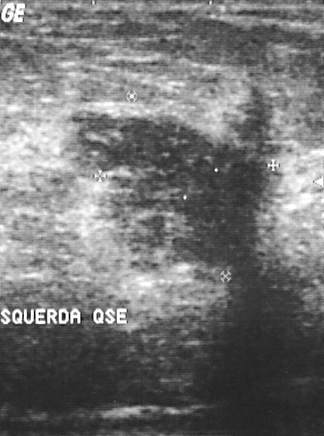
Imaging: breast ultrasound scan.
A lesion is present on this breast ultrasound scan. It was assessed as BI-RADS 5. The biopsy result was invasive ductal carcinoma; the lesion is malignant.